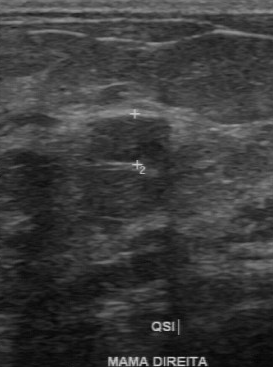
Breast ultrasound. Acquired on GE Logiq 7 @10-14MHz.
Original-read BI-RADS category: 2. The following findings are from a second reader, independent of the original assessment. Internally the mass is hypoechoic. The lesion boundary is clear. Calcifications: none. Margin: regular. Histopathology: fibroadenoma (benign).